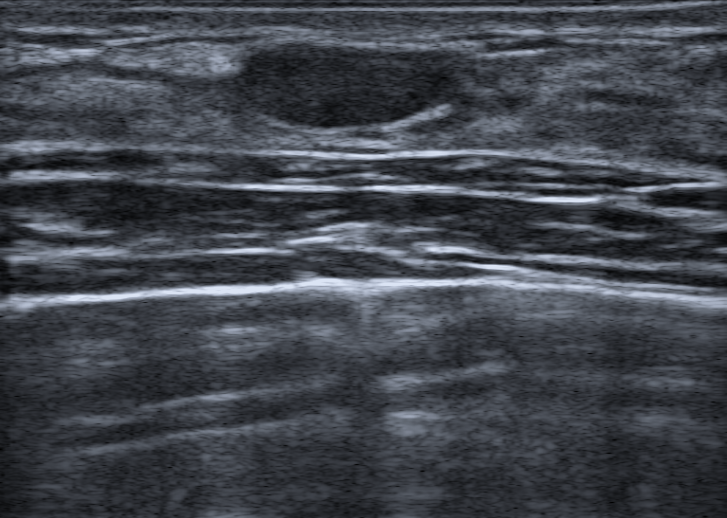
Background tissue composition: homogeneous: fibroglandular. Modality: breast US.
(coordinates in a 727x518 pixel frame) Segment the lesion: bounding box x1=236, y1=44, x2=459, y2=130. The lesion is benign on biopsy or follow-up. BI-RADS 2.